Modality: breast ultrasound image.
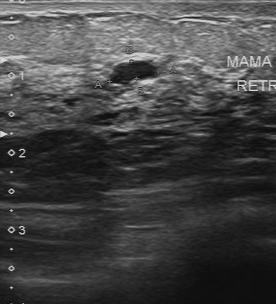
This breast ultrasound image shows a mass with second-reader BI-RADS: 3, biopsy result: cyst.